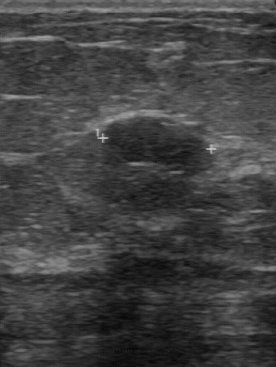
Imaging: breast ultrasound scan.
- BI-RADS on independent re-read: 3